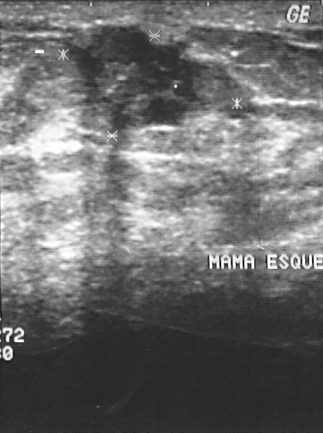
Breast ultrasound. Scanner: GE Logiq 5 @10-12MHz.
The mass is benign on biopsy or follow-up. Assigned BI-RADS 4. The biopsy result was fibroadenoma; the mass is benign.